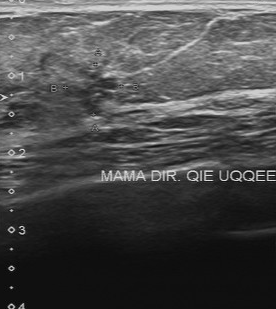
B-mode breast ultrasound.
The lesion is malignant on biopsy or follow-up.